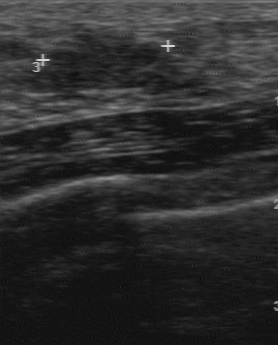
Imaging: B-mode breast ultrasound.
BI-RADS assessment: 3.
OUTCOME ON BIOPSY OR FOLLOW-UP: benign.